Modality: breast ultrasound scan.
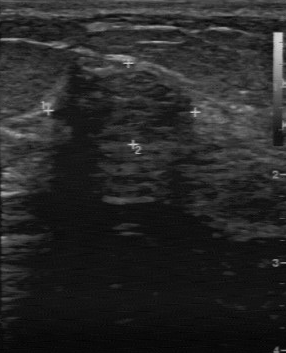
The original reader assigned BI-RADS 3. A second, independent read describes the breast lesion as follows. Internally the breast lesion is heterogeneous. Calcifications: none. Its boundary is fairly clear. The margin is regular. The biopsy result was fibroadenoma; the breast lesion is benign.